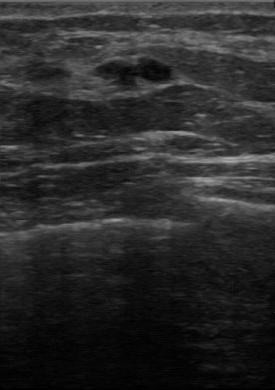
Breast ultrasound scan. Acquired on GE Logiq 7 @10-14MHz.
Coordinates are pixels in the 275x390 image. Lesion region of interest: (118, 59) to (172, 82).